Modality: breast ultrasound scan.
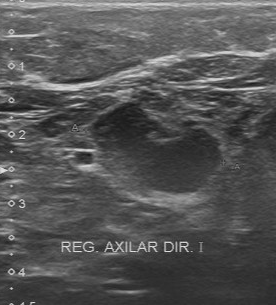
The lesion occupies approximately (85, 101) to (225, 196). BI-RADS 4.